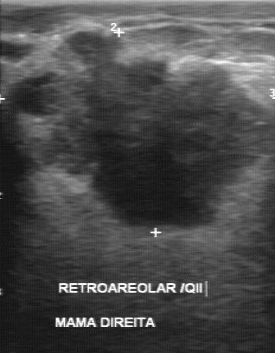
Modality: B-mode breast ultrasound.
Confirmed outcome (biopsy or follow-up): malignant. Lesion boundary: unclear. Contour: irregular. Echo pattern: hypoechoic. Calcifications: absent.
OUTCOME ON BIOPSY OR FOLLOW-UP: malignant.